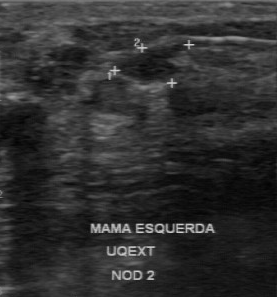
Imaging: breast ultrasound scan.
BI-RADS 4 in the original read; on a second read the margin is partially regular, the boundary clear and the breast lesion hypoechoic. There are no calcifications. Biopsy showed fibrocystic changes, a benign finding.